Imaging: breast sonogram.
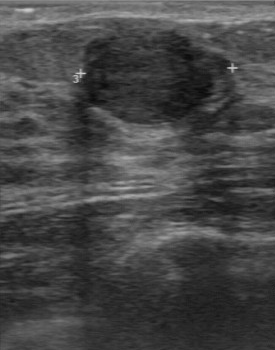
The finding was assessed as BI-RADS 2 by the original reader. The following findings are from a second reader, independent of the original assessment. The margin is regular. Its boundary is clear. Echo pattern: hypoechoic. No calcifications are seen. The biopsy result was fibroadenoma; the finding is benign.